Background echotexture is heterogeneous: predominantly fibroglandular. Imaging: breast ultrasound scan.
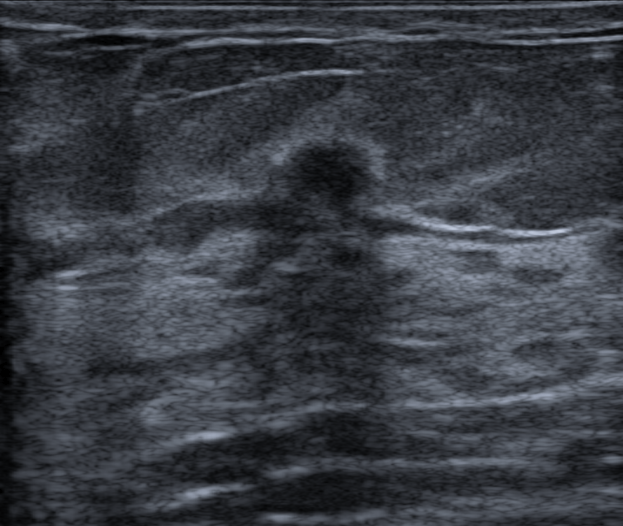
Finding: breast lesion, benign on biopsy or follow-up.